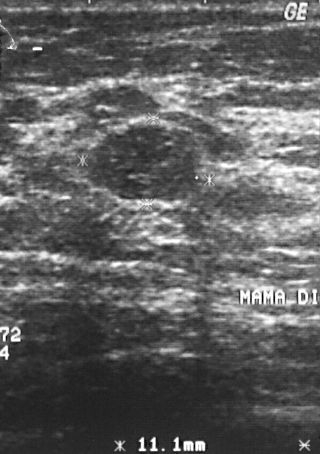
Imaging: breast ultrasound scan.
Assigned BI-RADS 2.
The biopsy result was fibrocystic changes; the breast lesion is benign.